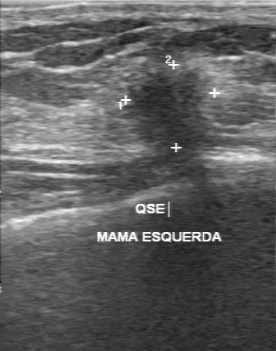
Modality: breast sonogram. Acquired on GE Logiq 7 @10-14MHz.
BI-RADS 5 in the original read; on a second read the margin is irregular, the boundary unclear and the mass hypoechoic. Pathology confirmed malignant invasive ductal carcinoma.